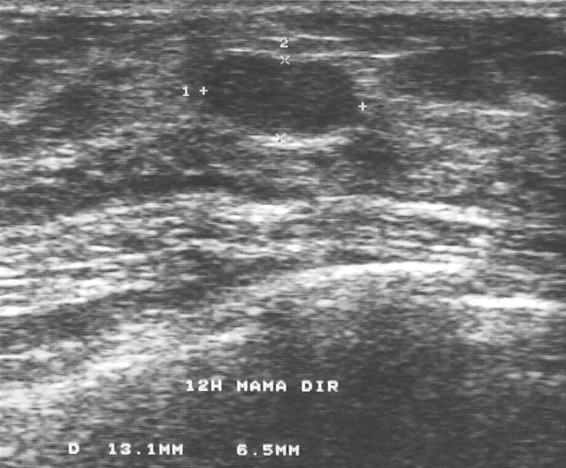
Imaging: breast ultrasound.
(coordinates in a 566x468 pixel frame) Lesion region of interest: (204, 52) to (364, 137). The breast lesion is benign on biopsy or follow-up.